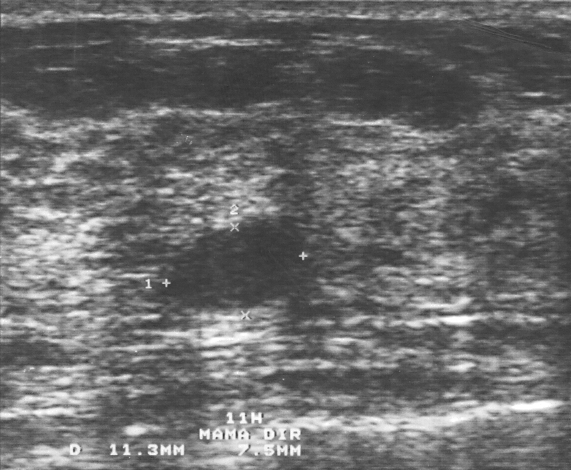
Imaging: breast ultrasound scan.
A finding is present on this breast ultrasound scan. BI-RADS category 3. Pathology confirmed benign fibroadenoma.